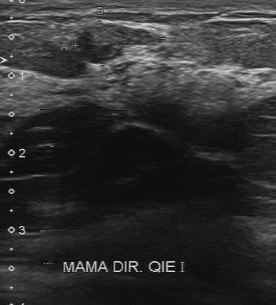
Imaging: B-mode breast ultrasound.
The breast lesion is benign on biopsy or follow-up.